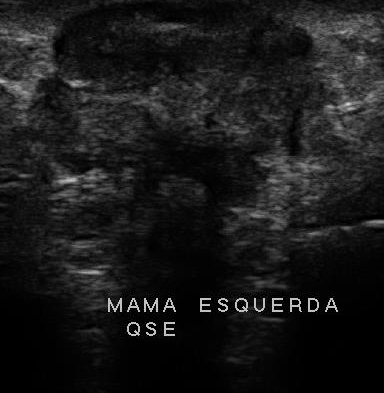
Imaging: breast ultrasound scan.
Coordinates are pixels in the 384x393 image. The finding is located within the bounding box (27,2)-(323,219). BI-RADS 5.